Imaging: breast sonogram. Age 60.
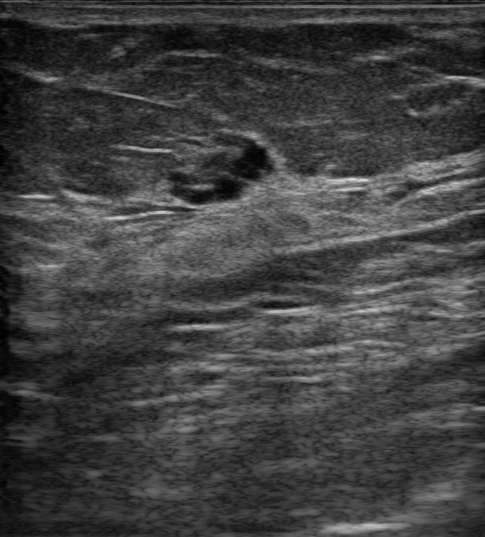
Finding: breast lesion, benign on biopsy or follow-up. BI-RADS 2.